Imaging: breast sonogram. Acquired on GE Logiq 7 @10-14MHz.
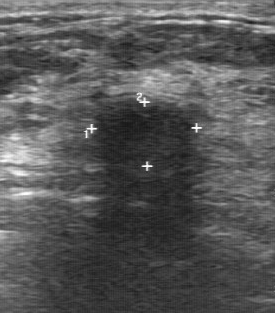
Biopsy or follow-up result: benign. (BI-RADS category 2.)